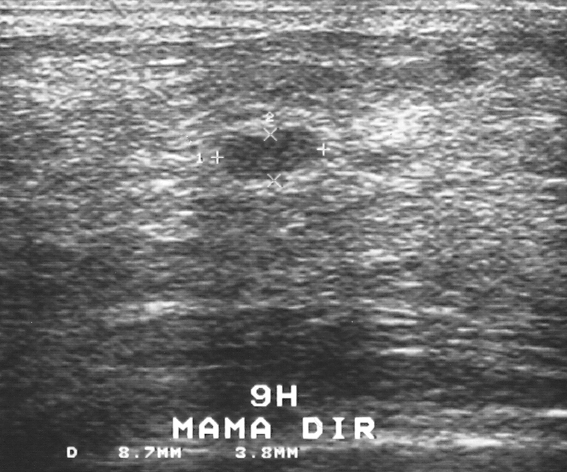
Acquired on GE Logiq 5 @10-12MHz. Modality: breast US.
Outcome on biopsy or follow-up: benign.